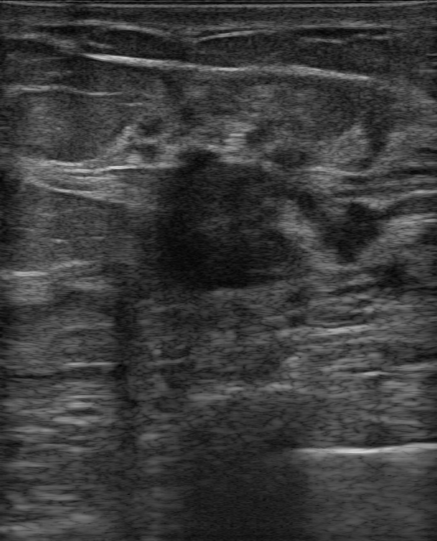
Breast ultrasound image.
The mass is assessed as BI-RADS 4C.
Histopathology: Invasive micropapillary carcinoma.
Outcome on biopsy or follow-up: malignant.
No calcifications are seen.
Internally the mass is hypoechoic.
Skin thickening: none.
The mass appears irregular.
The mass has angular and indistinct margins.
No echogenic halo is seen.
No posterior acoustic features are seen.